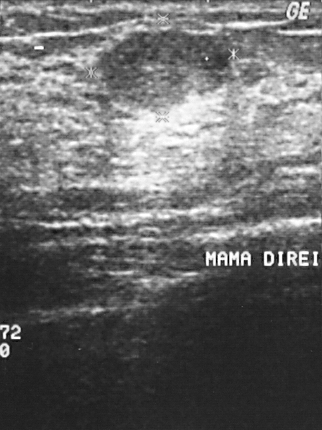
Imaging: breast ultrasound image.
Outcome on biopsy or follow-up is benign. BI-RADS category is 2.